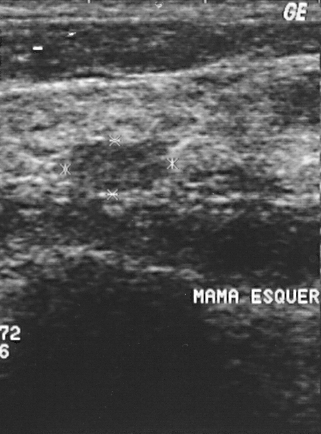
Imaging: B-mode breast ultrasound.
The biopsy result was fibroadenoma.
BI-RADS category 2.
The breast lesion is benign on biopsy or follow-up.